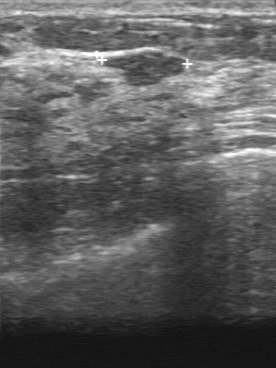
Modality: breast ultrasound image.
The mass was categorized BI-RADS 3 in the original read. A second reader, independent of the original assessment, describes a slightly hypoechoic mass with a partially regular margin; the boundary is fairly clear. Biopsy showed fibroadenoma, a benign finding.